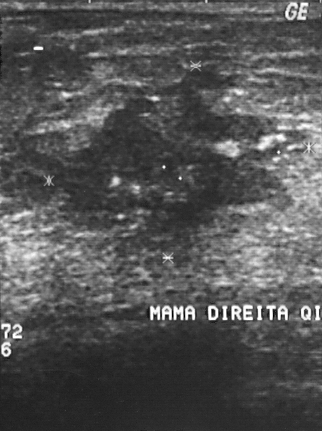
Breast sonogram.
FINDINGS: Breast sonogram. BI-RADS: 5.
OUTCOME ON BIOPSY OR FOLLOW-UP: malignant.